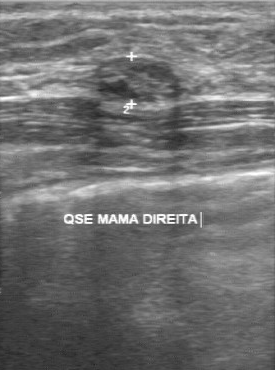
Imaging: breast sonogram.
Pixel coordinates (x1, y1, x2, y2): Lesion bounding box: top-left (93, 56), bottom-right (181, 102).